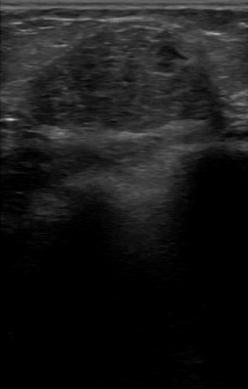
Acquired on GE Logiq 7 @10-14MHz. B-mode breast ultrasound.
The original reader assigned BI-RADS 4. Findings on the second read (an independent reader): a hypoechoic breast lesion, margin regular, boundary somewhat unclear. There are no calcifications. Pathology confirmed malignant mucinous carcinoma.